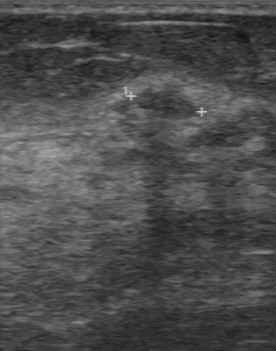
Breast ultrasound image. Acquired on GE Logiq 7 @10-14MHz.
The breast lesion was assessed as BI-RADS 4 by the original reader. A second reader, independent of the original assessment, describes a slightly hypoechoic breast lesion with a partially regular margin; the boundary is somewhat unclear. There are no calcifications. Histopathology: hyperplasia (benign).